Modality: breast US.
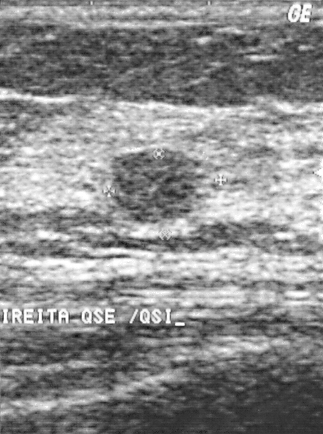
Biopsy or follow-up result: benign.